Scanner: GE Logiq 7 @10-14MHz. Imaging: breast US.
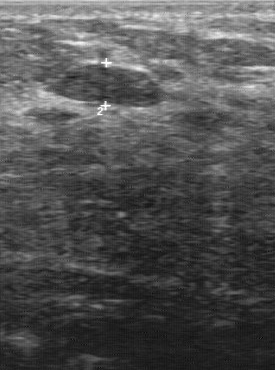
The original reader assigned BI-RADS 4. On a second read by an independent reader: No calcifications are seen. The margin is regular. The lesion boundary is clear. Internally the mass is hypoechoic. The biopsy result was fibroadenoma; the mass is benign.